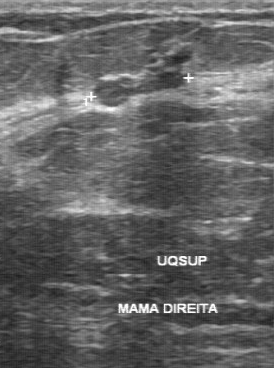
Modality: B-mode breast ultrasound.
Finding: breast lesion, benign on biopsy or follow-up.